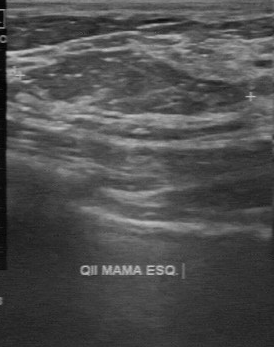
Acquired on GE Logiq 7 @10-14MHz. Imaging: breast ultrasound image.
The original reader assigned BI-RADS 2.
On a second read by an independent reader:
Calcifications: none.
Echo pattern: slightly hypoechoic.
Boundary: clear.
Margin: partially regular.
Histopathology: sclerosing adenosis (benign).